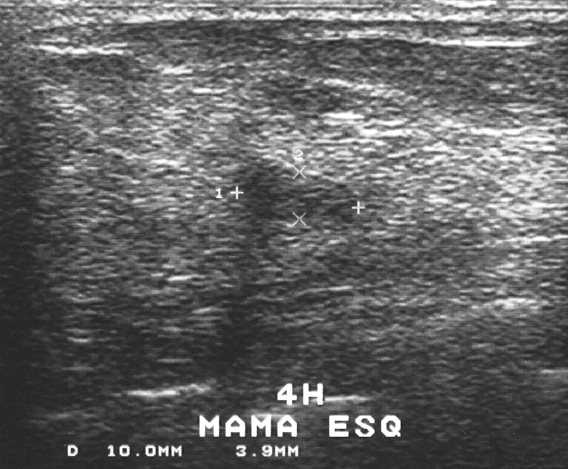
B-mode breast ultrasound.
This B-mode breast ultrasound shows a mass. It was assessed as BI-RADS 2. The biopsy result was fibroadenoma; the mass is benign.